B-mode breast ultrasound.
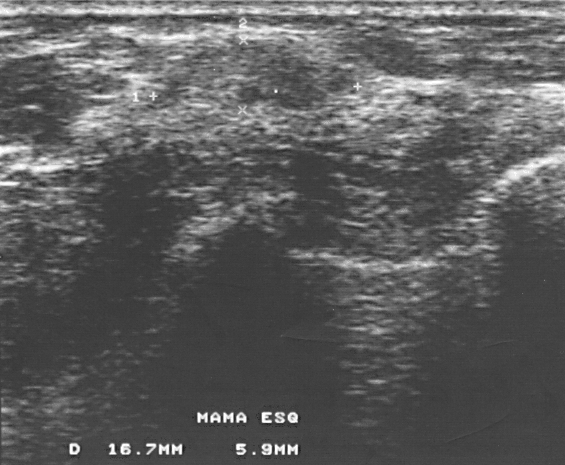
The lesion is assessed as BI-RADS 3.
The lesion is benign on biopsy or follow-up.
The biopsy result was fibrocystic changes.